Imaging: B-mode breast ultrasound.
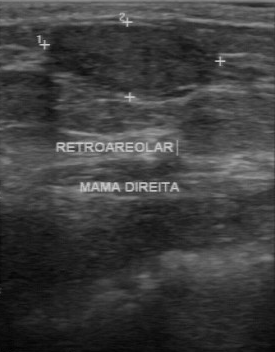
The mass was assessed as BI-RADS 2 by the original reader.
On a second read by an independent reader:
The mass has a regular margin.
Its boundary is clear.
There are no calcifications.
Echo pattern: hypoechoic.
Biopsy showed fibroadenoma, a benign finding.